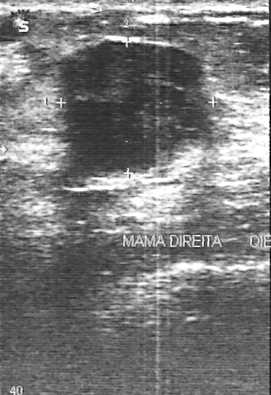
Modality: breast sonogram. Scanner: GE Logiq 5 @10-12MHz.
A breast lesion is seen. Assessment: BI-RADS 4. Biopsy showed fibroadenoma, a benign finding.